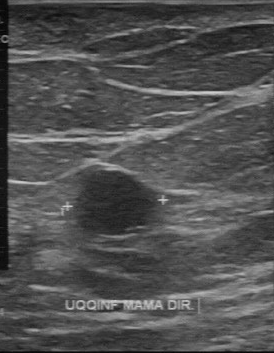
Imaging: B-mode breast ultrasound.
The lesion occupies approximately [76, 170, 151, 234]. The lesion is benign on biopsy or follow-up.